Breast sonogram. Acquired on GE Logiq 7 @10-14MHz.
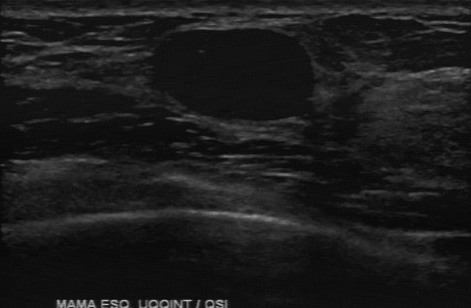
The mass was categorized BI-RADS 2 in the original read.
Descriptors from an independent second read (not the reader who assigned the category):
The lesion boundary is clear.
The mass is hypoechoic.
There are no calcifications.
The margin is regular.
Biopsy showed fibroadenoma, a benign finding.